Imaging: breast ultrasound scan.
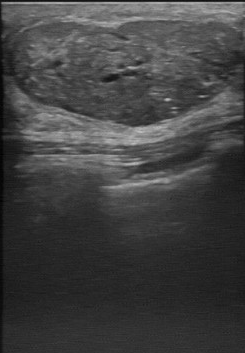
Breast ultrasound scan findings:
- boundary: clear
- echogenicity: heterogeneous
- margin: regular
- confirmed outcome (biopsy or follow-up): benign
- calcifications: suspected